Background tissue composition: heterogeneous: predominantly fibroglandular. Modality: breast sonogram.
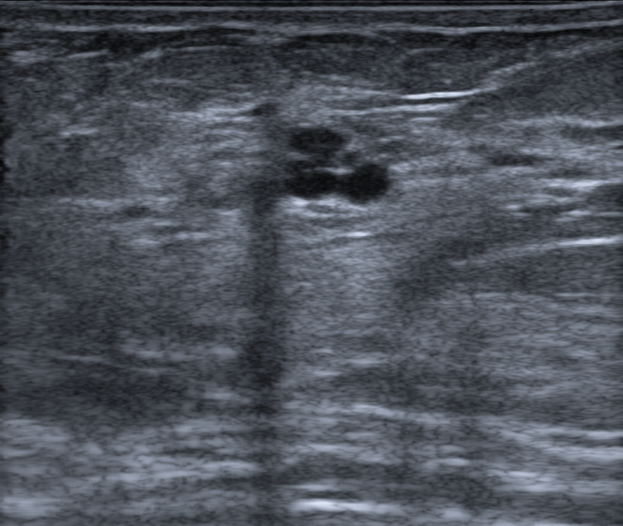
Biopsy or follow-up result: benign.